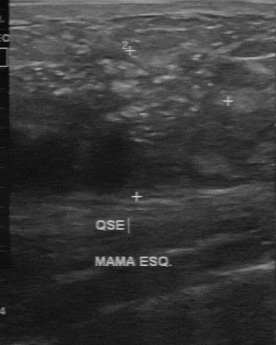
Modality: breast sonogram.
The BI-RADS is 4. Histopathology is invasive ductal carcinoma.